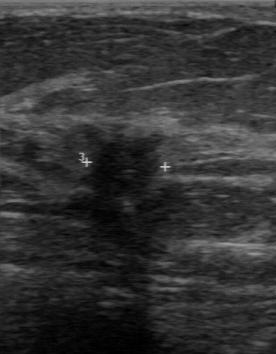
Modality: breast US.
FINDINGS: Calcifications: none. Echogenicity: hypoechoic. Original BI-RADS: 4. Second-reader BI-RADS: 4B. Lesion boundary: somewhat unclear.